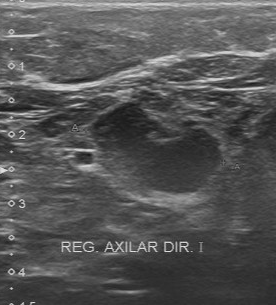
Imaging: breast ultrasound scan.
A breast lesion is seen with biopsy or follow-up result: benign, BI-RADS: 4.